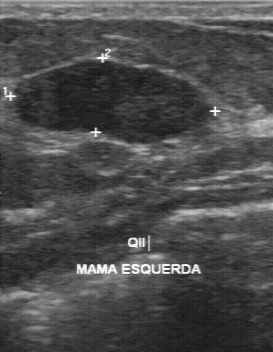
Breast US.
The original reader assigned BI-RADS 3. A second, independent read describes the lesion as follows. The margin is regular. Internally the lesion is hypoechoic. Calcifications: none. Boundary: clear. Biopsy showed fibroadenoma, a benign finding.